Imaging: B-mode breast ultrasound.
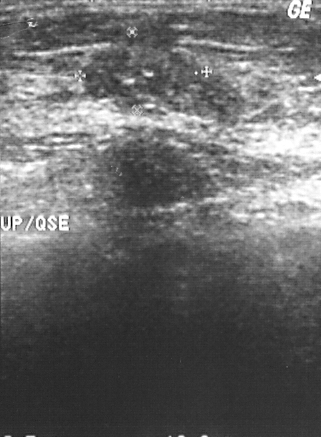
A breast lesion is seen. It was assessed as BI-RADS 2. Pathology confirmed malignant mucinous carcinoma.